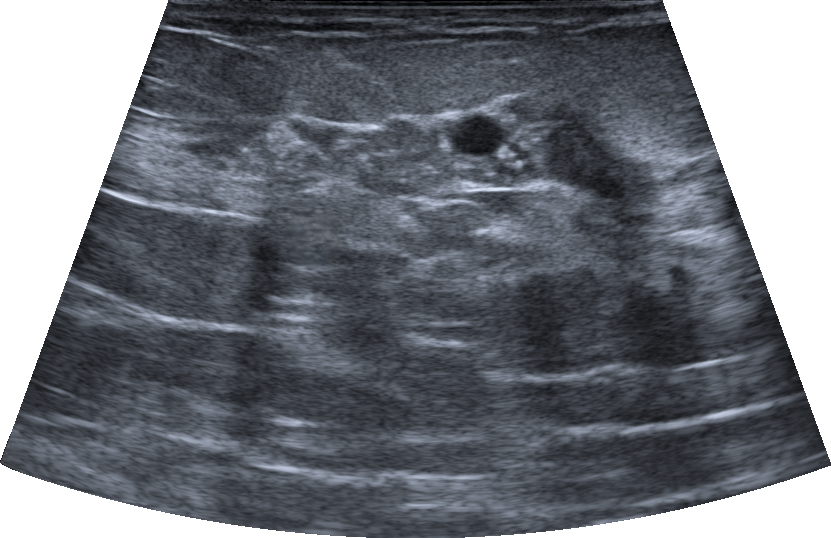
Modality: breast ultrasound scan.
Radiologic interpretation: Suspicion of malignancy; Dysplasia; Intraductal papilloma. Outcome on biopsy or follow-up: malignant. BI-RADS category 4C. Biopsy confirmed mucinous carcinoma. Its echo pattern is heterogeneous. The finding has indistinct margins. Skin thickening: none. No echogenic halo is seen. It has an irregular shape. Calcifications are present within the mass. There is posterior acoustic shadowing.